Modality: breast ultrasound image.
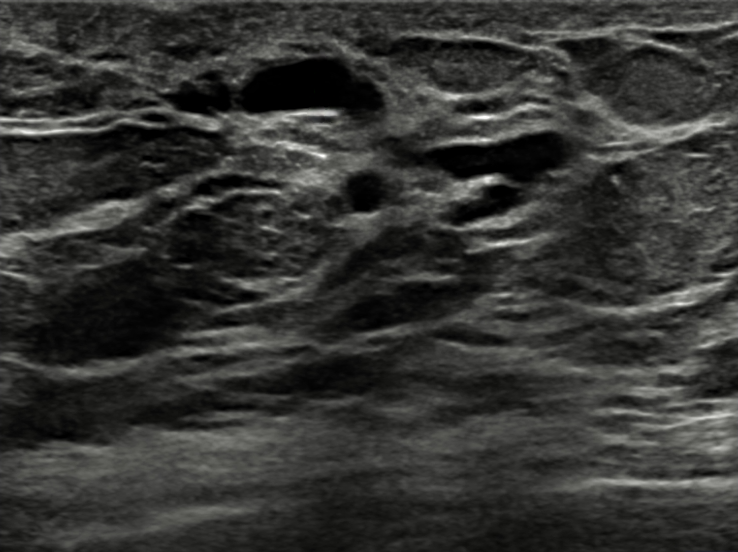
The mass is oval in shape. Margin: circumscribed. Its echo pattern is anechoic. There are no posterior acoustic features. No echogenic halo is seen. No calcifications are seen. No skin thickening is seen. Radiologic interpretation: Mammary duct ectasia. The mass is assessed as BI-RADS 2.